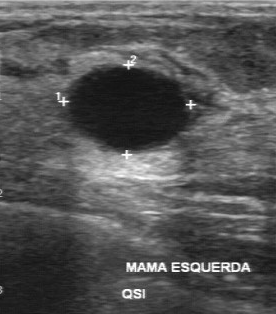
Breast ultrasound scan.
FINDINGS: Calcifications: none. Independent BI-RADS assessment: 3. Outcome on biopsy or follow-up: benign. Echo pattern: anechoic. Boundary: clear.
OUTCOME ON BIOPSY OR FOLLOW-UP: benign.